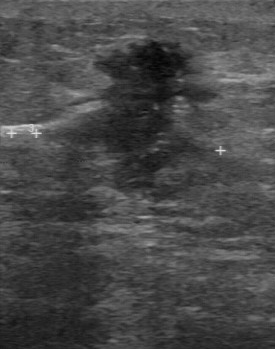
Imaging: breast US.
BI-RADS 5 in the original read. Descriptors from an independent second read (not the reader who assigned the category): Its boundary is unclear. The margin is irregular. Internally the finding is hypoechoic. There are multiple clustered microcalcifications. Biopsy showed invasive ductal carcinoma, a malignant finding.